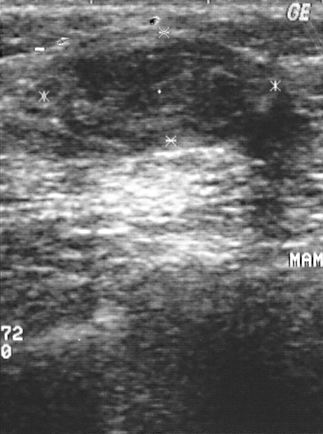
Breast US.
Lesion bounding box: [45, 37, 277, 151]. BI-RADS 2.